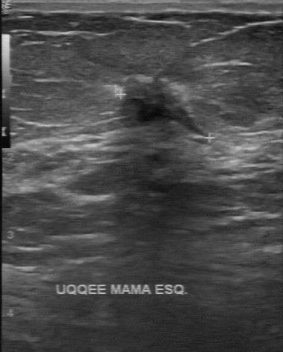
Acquired on GE Logiq 7 @10-14MHz. Modality: breast US.
FINDINGS: Breast US. Internal echoes: hypoechoic. Biopsy or follow-up result: malignant. Boundary: unclear. Margin: irregular. BI-RADS on independent re-read: 4B. BI-RADS (first reader): 4. Calcifications: suspected.
OUTCOME ON BIOPSY OR FOLLOW-UP: malignant.